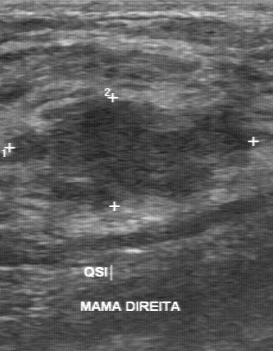
B-mode breast ultrasound.
Lesion characteristics:
- internal echoes: slightly hypoechoic
- lesion margin: irregular
- outcome on biopsy or follow-up: benign
- lesion boundary: unclear
- histopathology: fibrocystic changes
- calcifications: none